Imaging: B-mode breast ultrasound.
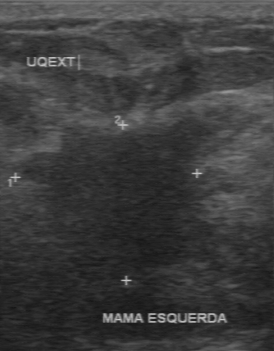
The finding demonstrates pathology: invasive ductal carcinoma, BI-RADS category: 5, outcome on biopsy or follow-up: malignant.